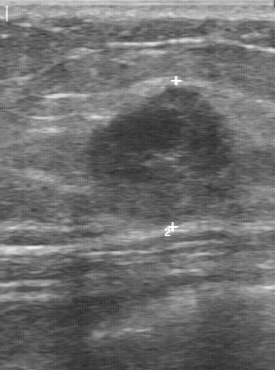
Breast ultrasound scan. Acquired on GE Logiq 7 @10-14MHz.
The lesion demonstrates calcifications: none, regular lesion margin, mixed cystic and solid internal echoes, confirmed outcome (biopsy or follow-up): malignant, fairly clear lesion boundary.